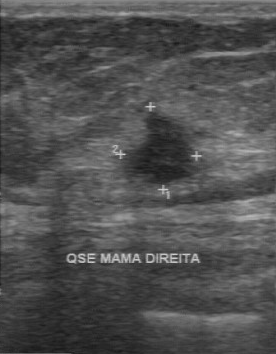
Acquired on GE Logiq 7 @10-14MHz. Modality: breast US.
Breast US findings:
- echogenicity: hypoechoic
- calcifications: none
- biopsy result: invasive ductal carcinoma
- lesion boundary: somewhat unclear
- confirmed outcome (biopsy or follow-up): malignant
- contour: irregular